Breast sonogram.
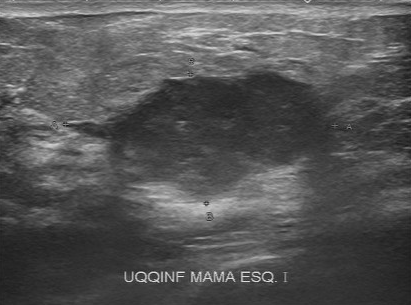
The breast lesion demonstrates somewhat unclear lesion boundary, BI-RADS (second read): 4A, partially regular contour, calcifications: none, outcome on biopsy or follow-up: malignant.